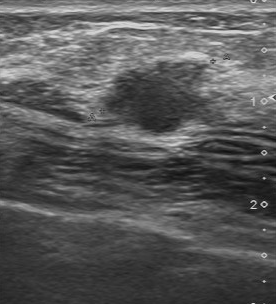
Modality: breast ultrasound scan. Scanner: Toshiba Aplio 300 @12-14 MHz.
FINDINGS: Breast ultrasound scan. Boundary: somewhat unclear. Calcifications: absent. BI-RADS (second read): 4A.